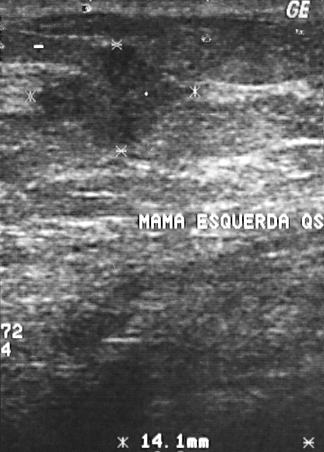
Breast ultrasound image.
This breast ultrasound image shows a lesion with BI-RADS: 4, pathology: invasive ductal carcinoma, biopsy or follow-up result: malignant.